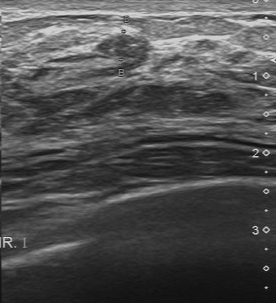
Imaging: breast sonogram.
Original-read BI-RADS category: 3. On a second, independent read, a breast lesion with a regular margin and a clear boundary is seen; it is slightly hypoechoic. Calcification is suspected. Biopsy showed fibroadenoma, a benign finding.